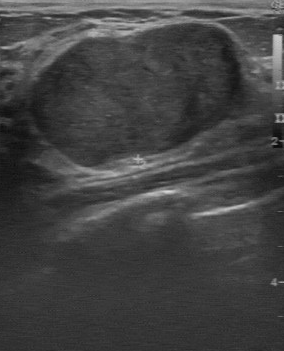
Breast sonogram.
The breast lesion was assessed as BI-RADS 2 by the original reader. Findings on the second read (an independent reader): a slightly hypoechoic breast lesion, margin regular, boundary clear. Histopathology: fibroadenoma (benign).